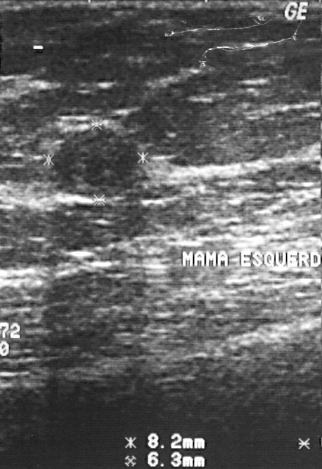
Modality: B-mode breast ultrasound.
Biopsy or follow-up result is benign. Biopsy result is fibroadenoma. The BI-RADS assessment is 2.